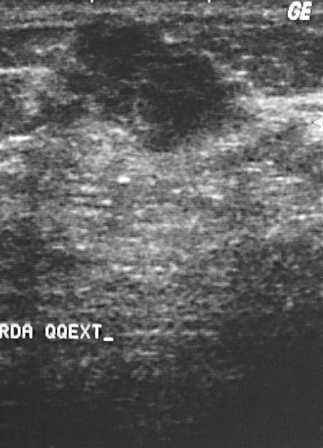
Breast US.
A breast lesion is seen. BI-RADS category 4. The biopsy result was invasive ductal carcinoma; the breast lesion is malignant.